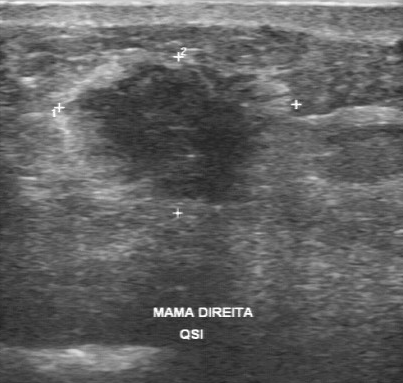
B-mode breast ultrasound.
FINDINGS: BI-RADS assessment: 5. Histopathology: invasive lobular carcinoma.
OUTCOME ON BIOPSY OR FOLLOW-UP: malignant.